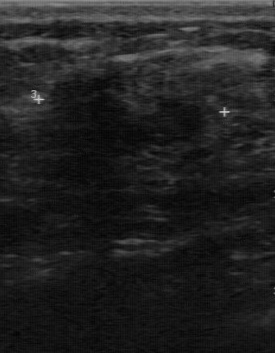
Breast sonogram.
FINDINGS: Breast sonogram. BI-RADS assessment: 3.
OUTCOME ON BIOPSY OR FOLLOW-UP: benign.